Modality: breast ultrasound image.
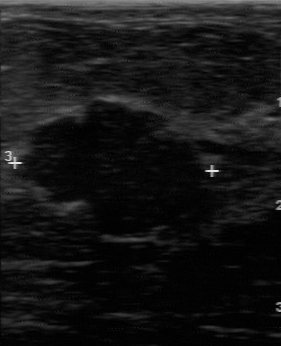
The mass was categorized BI-RADS 3 in the original read. A second reader, independent of the original assessment, describes a hypoechoic mass with a partially regular margin; the boundary is somewhat unclear. No calcifications are seen. Histopathology: fibroadenoma (benign).